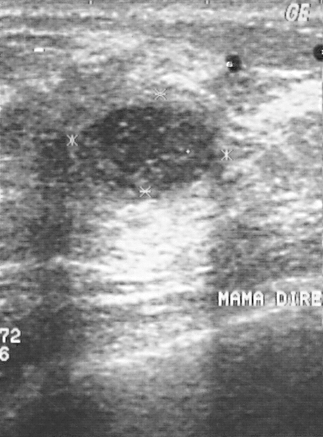
Imaging: breast sonogram.
This breast sonogram shows a finding. Assessment: BI-RADS 2. Histopathology: cyst (benign).